Modality: breast sonogram.
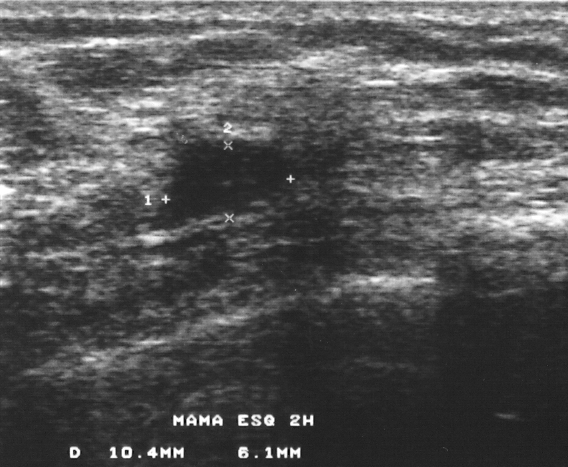
Biopsy showed fibroadenoma, a benign finding. BI-RADS assessment: 3.